B-mode breast ultrasound.
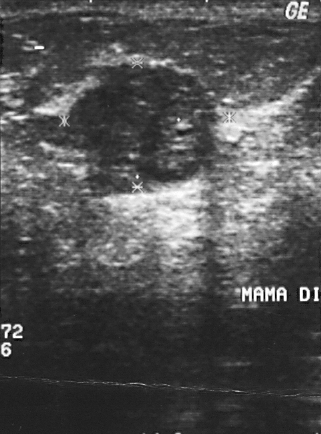
A breast lesion is seen. BI-RADS category 2. Pathology confirmed benign fibroadenoma.